Modality: B-mode breast ultrasound.
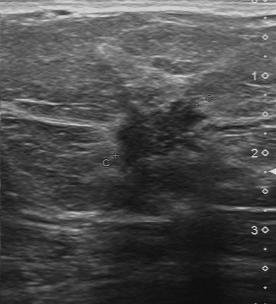
Lesion bounding box: 116 99 210 173. The lesion is malignant on biopsy or follow-up.